Imaging: breast ultrasound scan.
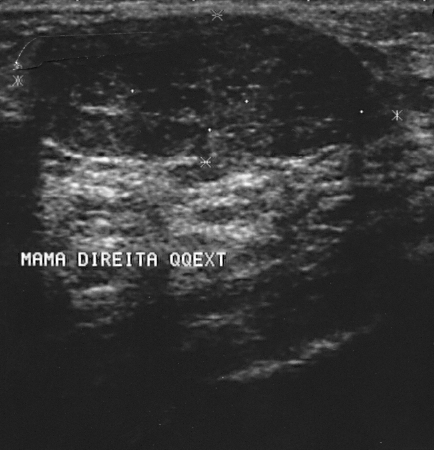
The lesion is benign on biopsy or follow-up.